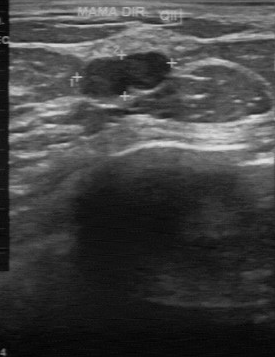
Scanner: GE Logiq 7 @10-14MHz. Imaging: breast ultrasound.
(coordinates in a 275x357 pixel frame) Lesion region of interest: [80, 53, 170, 97].